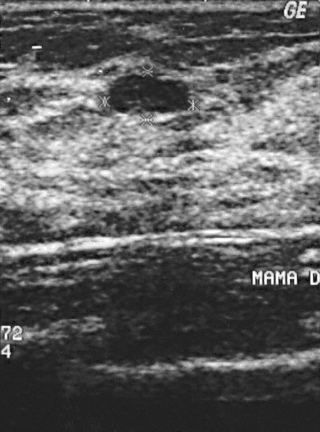
Modality: breast US.
Outcome on biopsy or follow-up: benign. BI-RADS: 2.
OUTCOME ON BIOPSY OR FOLLOW-UP: benign.